Acquired on GE Logiq 7 @10-14MHz. Imaging: breast ultrasound scan.
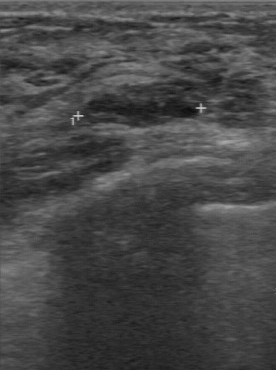
(coordinates in a 276x370 pixel frame) The breast lesion is located within the bounding box [85, 84, 180, 126]. The breast lesion is benign on biopsy or follow-up.